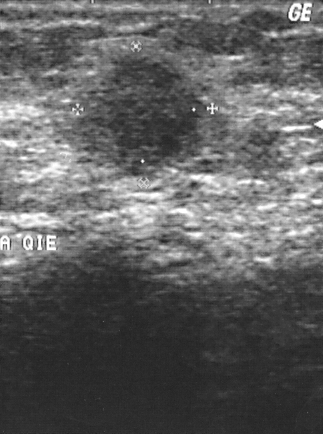
Modality: breast sonogram.
- pathology: invasive ductal carcinoma
- BI-RADS assessment: 4